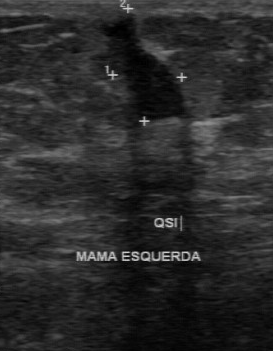
Modality: breast ultrasound scan.
FINDINGS: Calcifications: none. Boundary: clear. Echogenicity: slightly hypoechoic. Contour: irregular.
OUTCOME ON BIOPSY OR FOLLOW-UP: malignant.